Breast ultrasound scan.
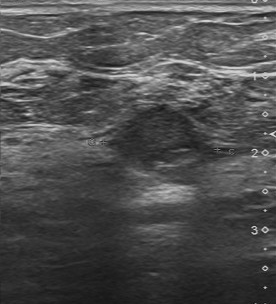
The finding was categorized BI-RADS 4 in the original read.
On a second read by an independent reader:
The finding has a partially regular margin.
No calcifications are seen.
Echo pattern: slightly hypoechoic.
The lesion boundary is fairly clear.
Biopsy showed hyperplasia, a benign finding.